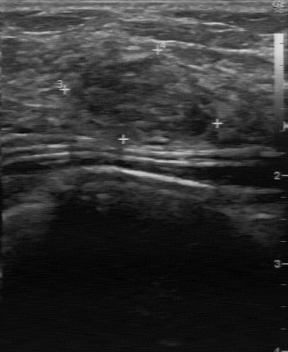
Breast US.
A finding is seen with heterogeneous echo pattern, calcifications: none, fairly clear lesion boundary, confirmed outcome (biopsy or follow-up): benign, partially regular lesion margin.